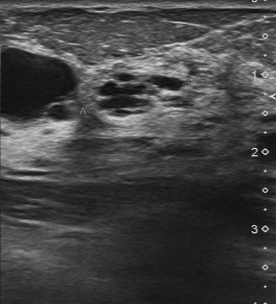
Modality: B-mode breast ultrasound. Scanner: Toshiba Aplio 300 @12-14 MHz.
Calcifications are absent. Boundary is fairly clear. Internal echoes are mixed cystic and solid. Contour: partially regular. The pathology is fibrocystic changes.